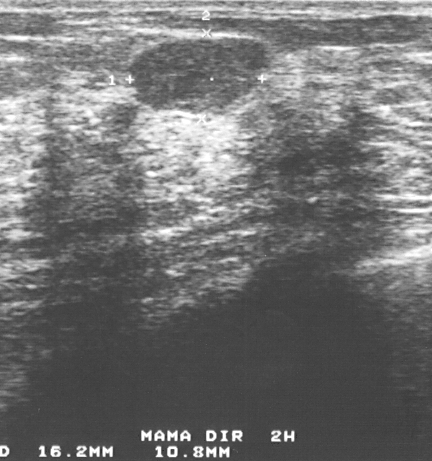
Imaging: breast ultrasound image.
FINDINGS: Breast ultrasound image. Histopathology: fibroadenoma. BI-RADS category: 3.
OUTCOME ON BIOPSY OR FOLLOW-UP: benign.